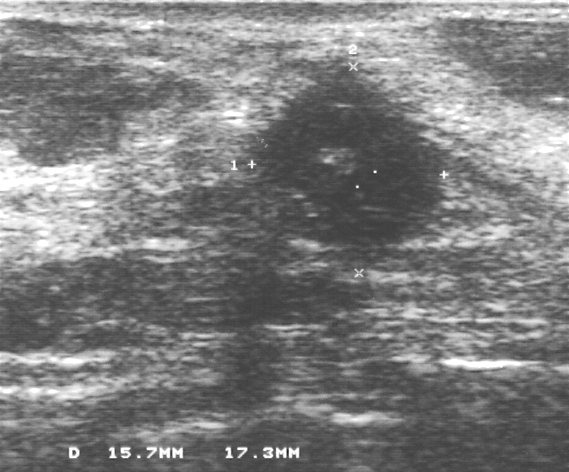
Breast ultrasound.
A lesion is present on this breast ultrasound. BI-RADS category 4. The biopsy result was invasive ductal carcinoma; the lesion is malignant.